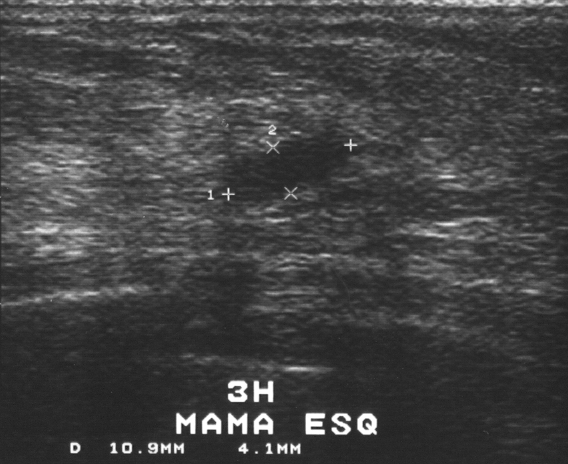
Breast ultrasound image.
This breast ultrasound image shows a mass, benign on biopsy or follow-up. BI-RADS 3.